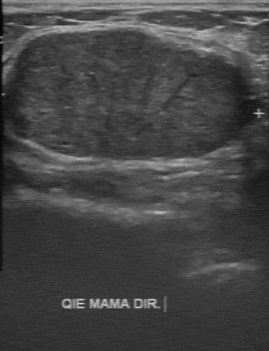
Scanner: GE Logiq 7 @10-14MHz. Modality: breast ultrasound.
Lesion region of interest: 5 29 248 159. The breast lesion is benign on biopsy or follow-up.